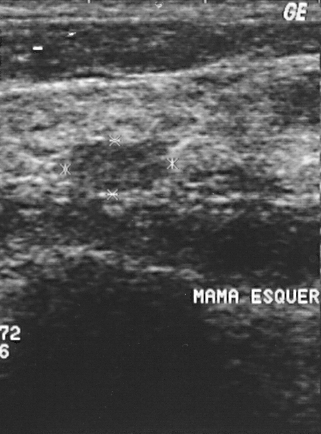
Breast ultrasound image. Acquired on GE Logiq 5 @10-12MHz.
FINDINGS: Breast ultrasound image. Confirmed outcome (biopsy or follow-up): benign. BI-RADS: 2.
OUTCOME ON BIOPSY OR FOLLOW-UP: benign.